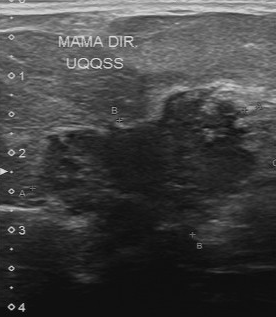
Scanner: Toshiba Aplio 300 @12-14 MHz. Breast ultrasound.
The calcifications are multiple calcifications. Contour: irregular. The echo pattern is hypoechoic. The boundary is unclear.